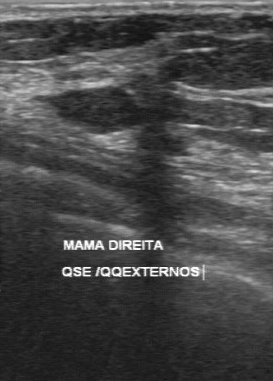
Modality: breast US.
- biopsy result: fibroadenoma
- BI-RADS assessment: 2